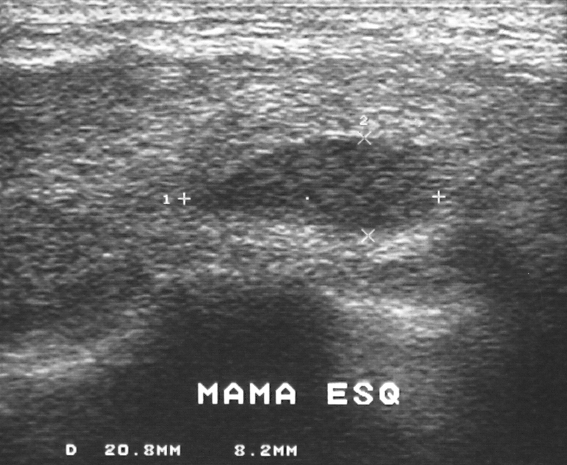
Breast sonogram.
This breast sonogram shows a lesion. Assessment: BI-RADS 3. Biopsy showed fibroadenoma, a benign finding.